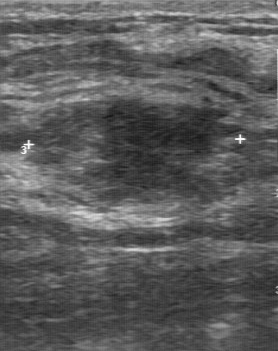
Imaging: breast US.
The original reader assigned BI-RADS 3. A second reader, independent of the original assessment, describes a slightly hypoechoic finding with a partially regular margin; the boundary is somewhat unclear. Histopathology: fibrocystic changes (benign).